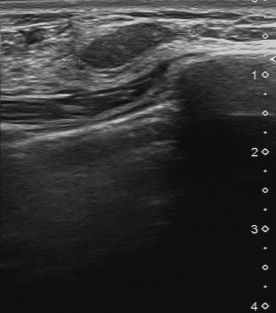
Acquired on Toshiba Aplio 300 @12-14 MHz. Modality: breast ultrasound.
The lesion was assessed as BI-RADS 3 by the original reader.
A second, independent read describes the lesion as follows.
Echo pattern: slightly hypoechoic.
The margin is regular.
No calcifications are seen.
Its boundary is clear.
Biopsy showed fibroadenoma, a benign finding.